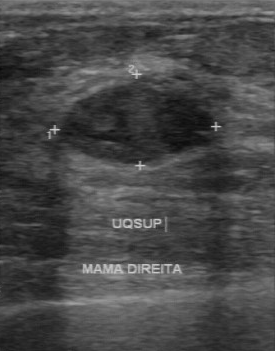
Breast US.
FINDINGS: Echo pattern: hypoechoic. Lesion margin: regular. Lesion boundary: clear. Calcifications: none.